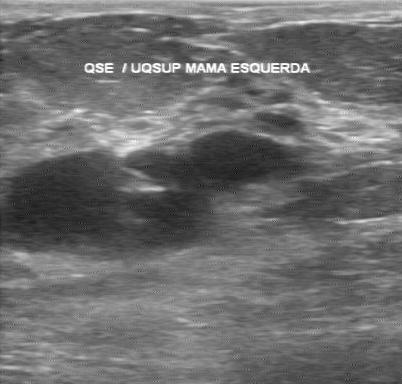
Modality: breast ultrasound image.
The mass demonstrates independent BI-RADS assessment: 3, BI-RADS (first reader): 2.